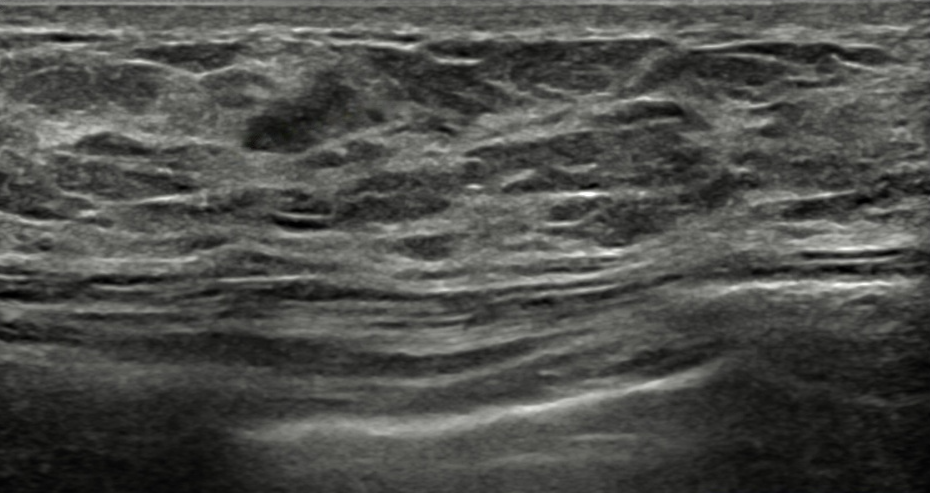
Imaging: breast ultrasound.
There is an irregular finding that is isoechoic, with a circumscribed margin. There are no posterior features. BI-RADS 3; benign on biopsy or follow-up. Radiologist's impression: Dysplasia.